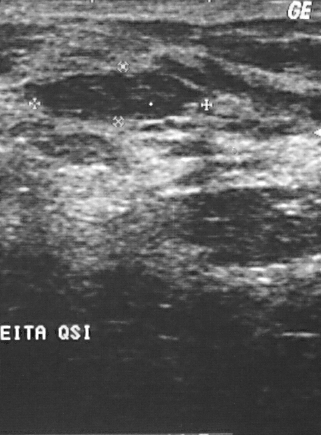
Modality: breast US.
Pathology: fibroadenoma. BI-RADS category is 2. The confirmed outcome (biopsy or follow-up) is benign.